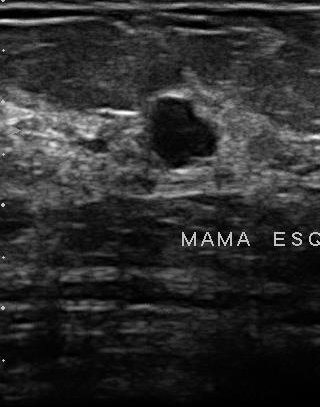
Modality: breast ultrasound scan.
Biopsy or follow-up result: benign.